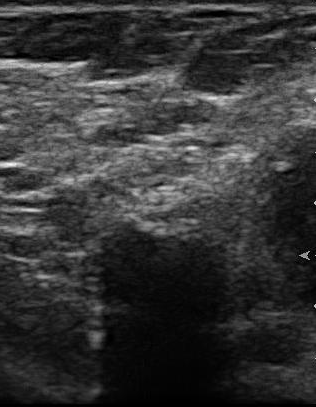
B-mode breast ultrasound.
This B-mode breast ultrasound shows a finding with hypoechoic internal echoes, fairly clear boundary, calcifications: none, outcome on biopsy or follow-up: benign, regular margin.